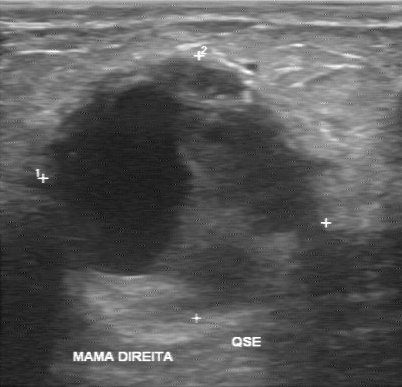
Modality: breast ultrasound image. Acquired on GE Logiq 7 @10-14MHz.
Pixel coordinates (x1, y1, x2, y2): Breast lesion bounding box: top-left (42, 55), bottom-right (339, 324). The breast lesion is malignant on biopsy or follow-up.